66-year-old patient. Breast ultrasound.
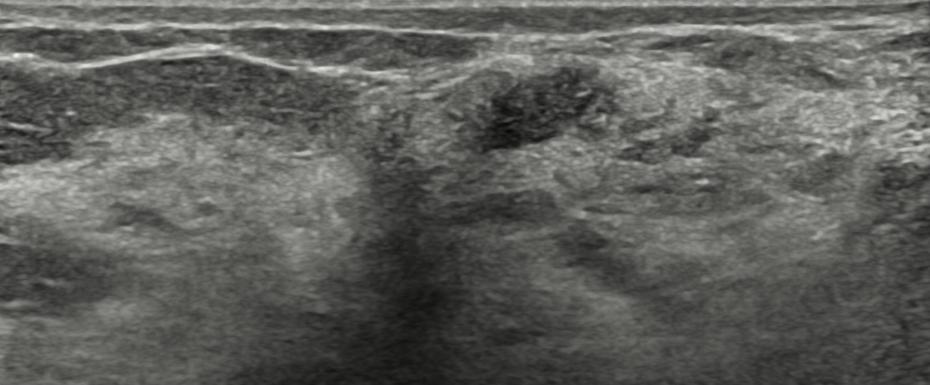
Skin thickening: none. Differential: Cyst filled with thick fluid; Dysplasia; Duct filled with thick fluid; Intraductal papilloma. Biopsy or follow-up result: benign. Borders: circumscribed. BI-RADS: 4A. Echogenic halo: none. Posterior features: none.
OUTCOME ON BIOPSY OR FOLLOW-UP: benign.